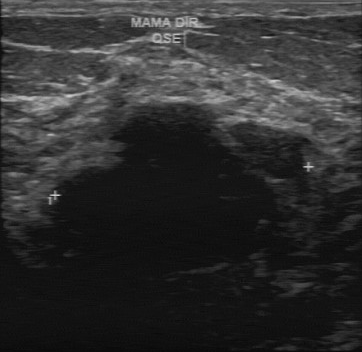
B-mode breast ultrasound.
Echo pattern: hypoechoic. Lesion margin: irregular. Calcifications are absent. Pathology is fibroadenoma. The outcome on biopsy or follow-up is benign. The lesion boundary is unclear.